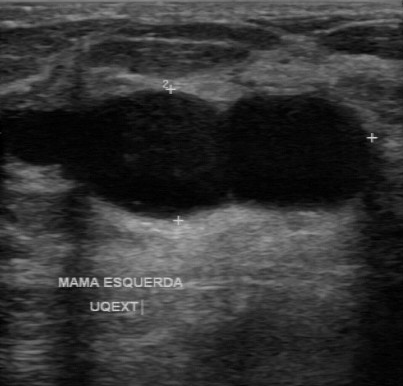
Imaging: breast ultrasound.
FINDINGS: Breast ultrasound. BI-RADS: 2. Pathology: cyst.
OUTCOME ON BIOPSY OR FOLLOW-UP: benign.